Age 62. Modality: breast ultrasound image.
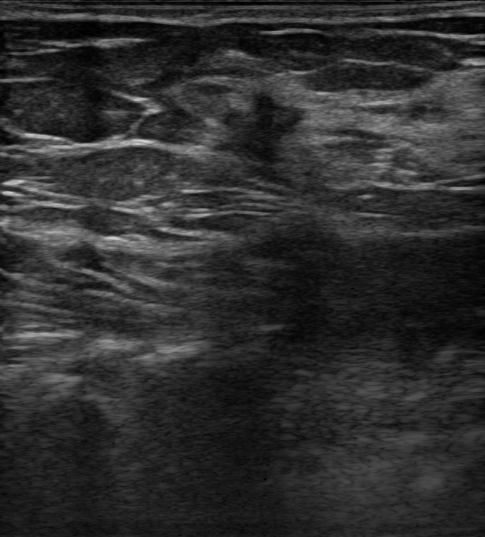
The finding is assessed as BI-RADS 5.
Outcome on biopsy or follow-up: malignant.
Histopathology: Invasive carcinoma of no special type (NST).
Radiologist's impression: Suspicion of malignancy.
Its echo pattern is hypoechoic.
Margin: not circumscribed, spiculated.
The finding appears irregular.
Echogenic halo: absent.
Skin thickening: none.
No posterior acoustic features are seen.
No calcifications are seen.